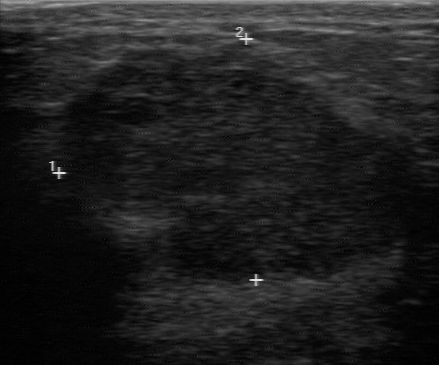
Imaging: breast ultrasound image.
The breast lesion was assessed as BI-RADS 4 by the original reader.
On a second read by an independent reader:
Margin: regular.
Its boundary is clear.
The breast lesion is hypoechoic.
No calcifications are seen.
The biopsy result was invasive ductal carcinoma; the breast lesion is malignant.